Imaging: breast sonogram.
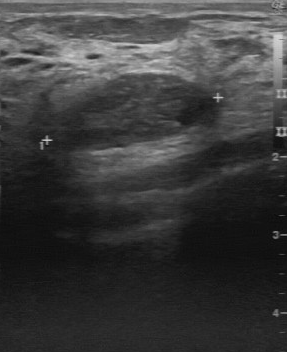
(coordinates in a 287x352 pixel frame) Segment the mass: bounding box (49, 73) to (218, 156). The mass is benign on biopsy or follow-up. BI-RADS 2.